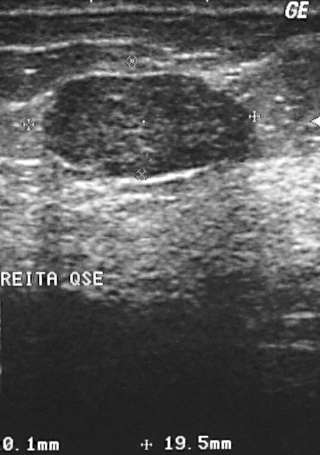
Modality: breast sonogram.
A lesion is seen. Assessment: BI-RADS 2. Histopathology: cyst (benign).